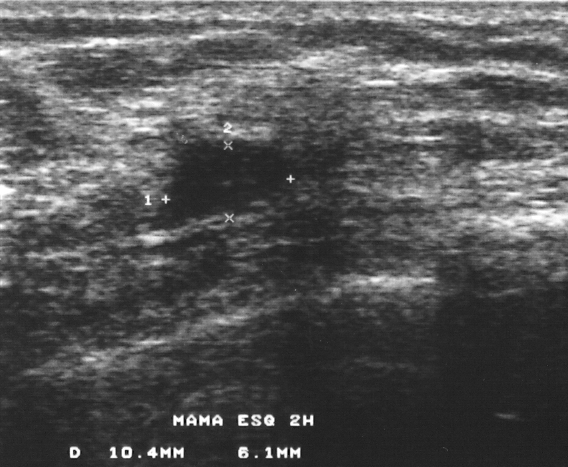
Modality: breast US. Scanner: GE Logiq 5 @10-12MHz.
A lesion is present on this breast US. Assessment: BI-RADS 3. Histopathology: fibroadenoma (benign).